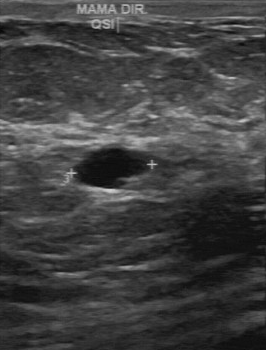
Modality: B-mode breast ultrasound.
The mass was categorized BI-RADS 2 in the original read. A second, independent read describes the mass as follows. Margin: partially regular. The lesion boundary is fairly clear. The mass is anechoic. Calcifications: none. Biopsy showed cyst, a benign finding.